Modality: breast sonogram.
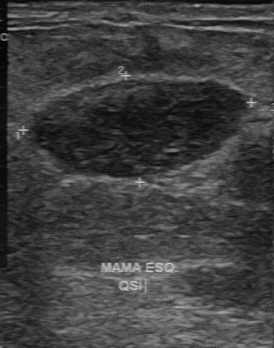
BI-RADS 2 in the original read. On a second read by an independent reader: There are no calcifications. The lesion boundary is clear. Internally the finding is heterogeneous. The finding has a regular margin. Histopathology: mastitis (benign).